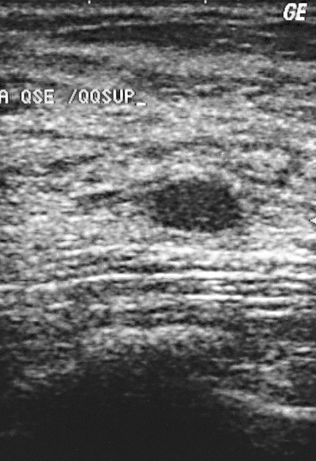
Imaging: B-mode breast ultrasound.
(coordinates in a 316x461 pixel frame) Lesion region of interest: top-left (157, 180), bottom-right (239, 232). BI-RADS 3.